Acquired on GE Logiq 7 @10-14MHz. Breast ultrasound image.
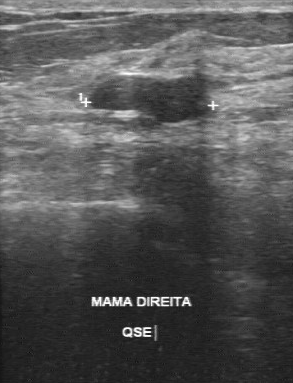
The finding was assessed as BI-RADS 3 by the original reader. On a second read by an independent reader: The finding has a regular margin. The lesion boundary is clear. The finding is hypoechoic. No calcifications are seen. Histopathology: fibroadenoma (benign).